Modality: breast ultrasound scan.
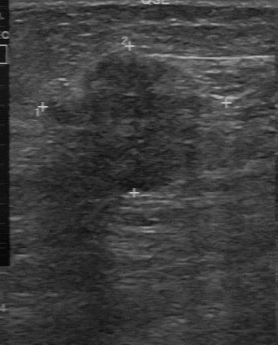
This breast ultrasound scan shows a mass with confirmed outcome (biopsy or follow-up): malignant, BI-RADS: 5.